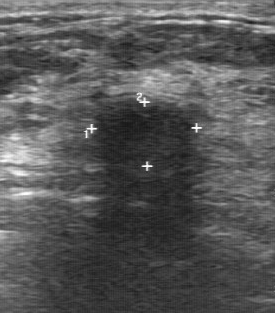
Breast sonogram.
FINDINGS: Histopathology: cyst. Biopsy or follow-up result: benign. BI-RADS: 2.
OUTCOME ON BIOPSY OR FOLLOW-UP: benign.